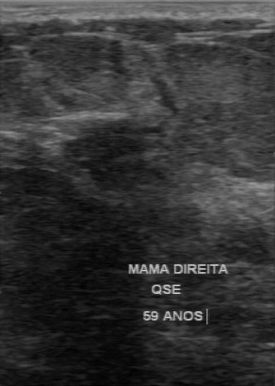
Imaging: breast US.
Echo pattern: slightly hypoechoic. Biopsy or follow-up result: benign. Calcifications: absent. Margin: regular. Lesion boundary: somewhat unclear.
OUTCOME ON BIOPSY OR FOLLOW-UP: benign.